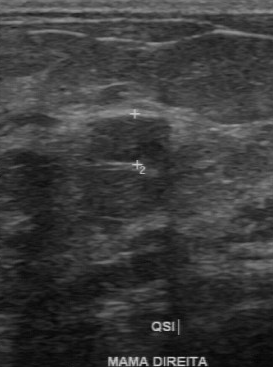
Imaging: breast ultrasound scan.
BI-RADS 2 in the original read; on a second read the margin is regular, the boundary clear and the finding hypoechoic. Biopsy showed fibroadenoma, a benign finding.